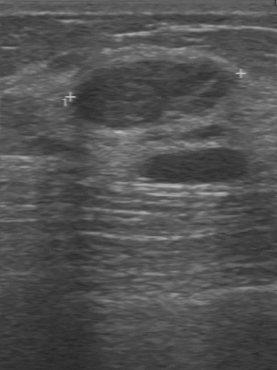
Breast ultrasound image.
The finding was categorized BI-RADS 2 in the original read.
Descriptors from an independent second read (not the reader who assigned the category):
The margin is regular.
The lesion boundary is clear.
Echo pattern: hypoechoic.
There are no calcifications.
Biopsy showed fibroadenoma, a benign finding.